Acquired on GE Logiq 5 @10-12MHz. Imaging: breast ultrasound scan.
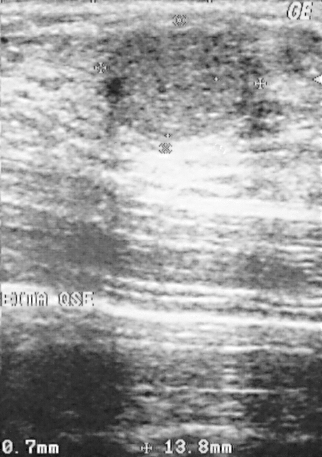
Finding: breast lesion, benign on biopsy or follow-up.